Acquired on GE Logiq 5 @10-12MHz. Breast US.
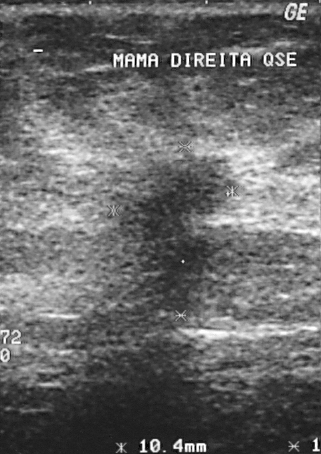
This breast US shows a lesion. Assessment: BI-RADS 4. Biopsy showed invasive ductal carcinoma, a malignant finding.